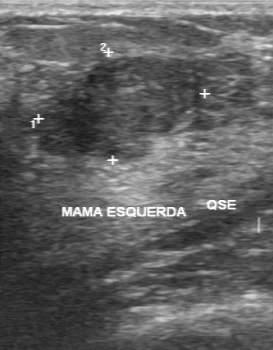
Imaging: breast ultrasound image.
Original-read BI-RADS category: 3. The following findings are from a second reader, independent of the original assessment. The margin is partially regular. Its boundary is fairly clear. The finding is slightly hypoechoic. There are no calcifications. Histopathology: fibroadenoma (benign).